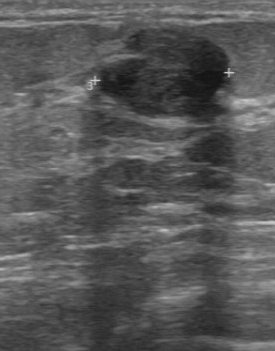
Modality: B-mode breast ultrasound.
This B-mode breast ultrasound shows a lesion with calcifications: none, hypoechoic echo pattern, regular margin, clear boundary.